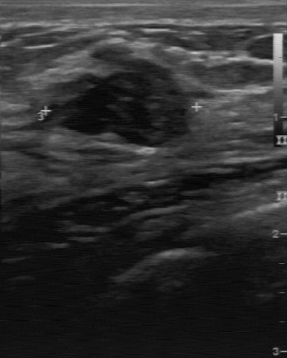
Acquired on GE Logiq 7 @10-14MHz. Modality: breast ultrasound.
The lesion is benign on biopsy or follow-up.